Breast US.
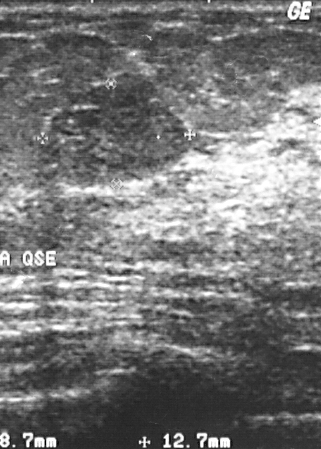
(coordinates in a 321x449 pixel frame) The lesion occupies approximately [45, 75, 192, 186]. The lesion is benign on biopsy or follow-up.